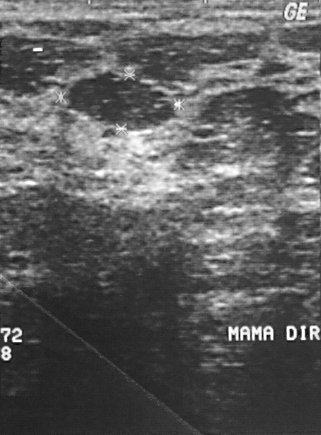
Imaging: breast US.
Finding: mass, benign on biopsy or follow-up.